Acquired on GE Logiq 5 @10-12MHz. Imaging: breast ultrasound image.
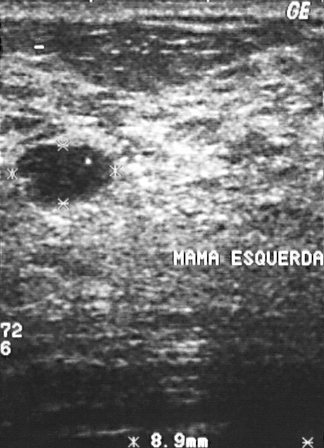
Breast ultrasound image findings:
- biopsy or follow-up result: benign
- BI-RADS category: 2